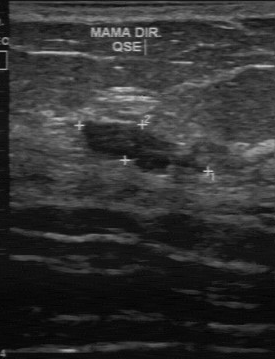
Imaging: B-mode breast ultrasound.
BI-RADS 4 in the original read. On a second read by an independent reader: Margin: partially regular. The lesion boundary is fairly clear. Echo pattern: slightly hypoechoic. No calcifications are seen. The biopsy result was fibroadenoma; the lesion is benign.